Breast ultrasound image.
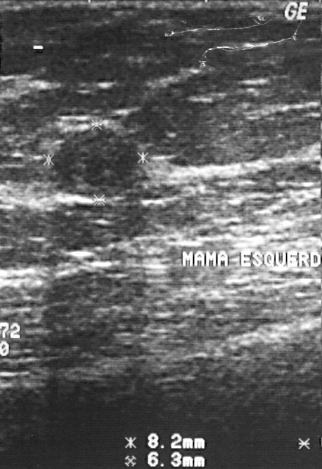
This breast ultrasound image shows a breast lesion. Assessment: BI-RADS 2. Pathology confirmed benign fibroadenoma.